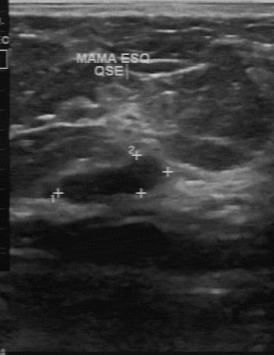
Breast US.
The lesion is benign on biopsy or follow-up. (BI-RADS category 2.)